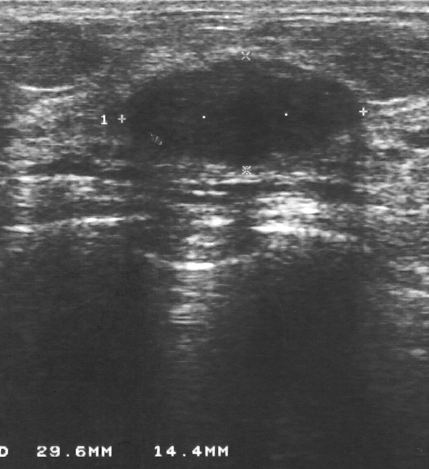
Imaging: B-mode breast ultrasound.
This breast lesion proved benign on biopsy or follow-up. BI-RADS category 3. The biopsy result was fibroadenoma; the breast lesion is benign.